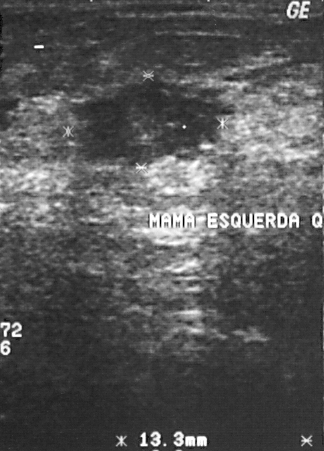
Modality: B-mode breast ultrasound.
BI-RADS assessment: 4.
OUTCOME ON BIOPSY OR FOLLOW-UP: malignant.